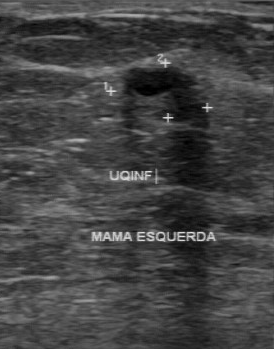
Breast sonogram.
Pixel coordinates (x1, y1, x2, y2): The breast lesion occupies approximately (120, 69) to (202, 131).